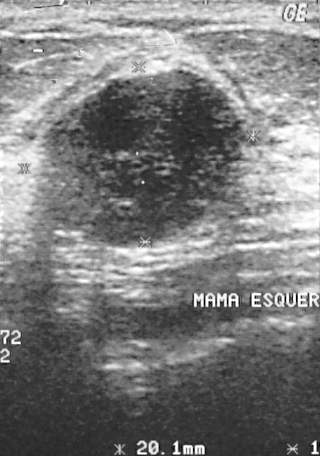
Breast ultrasound.
Biopsy or follow-up result: benign. BI-RADS 2.